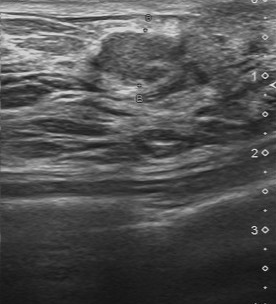
Imaging: B-mode breast ultrasound.
The original reader assigned BI-RADS 4. On a second, independent read, a lesion with a partially regular margin and a fairly clear boundary is seen; it is slightly hypoechoic. Biopsy showed invasive ductal carcinoma, a malignant finding.